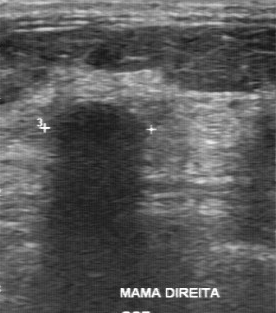
Imaging: breast ultrasound scan. Acquired on GE Logiq 7 @10-14MHz.
This breast ultrasound scan shows a finding, benign on biopsy or follow-up.